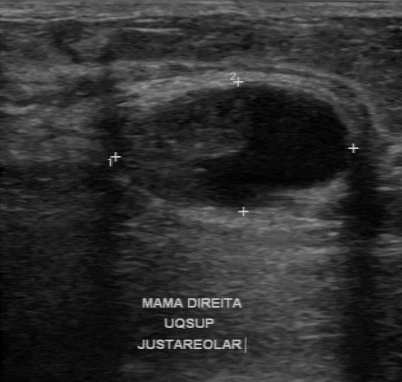
Modality: breast US.
The original reader assigned BI-RADS 4. Descriptors from an independent second read (not the reader who assigned the category): Margin: regular. The lesion boundary is fairly clear. Echo pattern: mixed cystic and solid. Calcifications: none. Histopathology: sclerosing adenosis (benign).